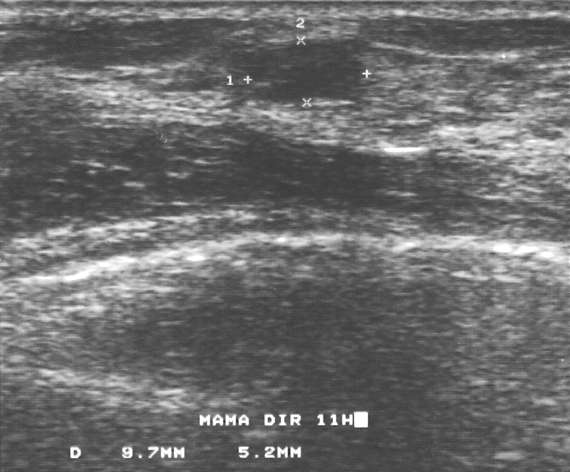
Scanner: GE Logiq 5 @10-12MHz. Imaging: breast ultrasound.
Pixel coordinates (x1, y1, x2, y2): Lesion region of interest: [250, 43, 365, 102].